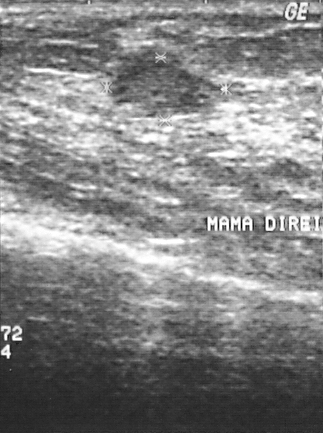
Breast ultrasound image.
A finding is seen. BI-RADS category 3. Histopathology: sclerosing adenosis (benign).